Imaging: breast ultrasound.
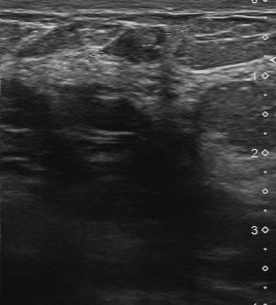
The breast lesion was assessed as BI-RADS 4 by the original reader. On a second read by an independent reader: The margin is partially regular. The lesion boundary is clear. Internally the breast lesion is slightly hypoechoic. Calcification is suspected. The biopsy result was duct ectasia; the breast lesion is benign.